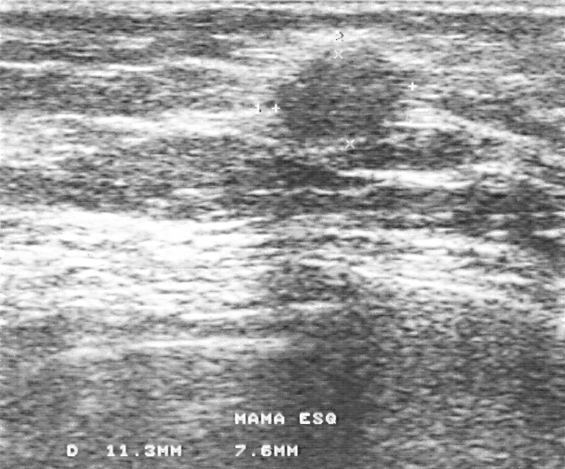
Acquired on GE Logiq 5 @10-12MHz. Imaging: B-mode breast ultrasound.
Coordinates are pixels in the 565x469 image. The breast lesion occupies approximately [276, 45, 407, 147]. The breast lesion is benign on biopsy or follow-up. BI-RADS 4.